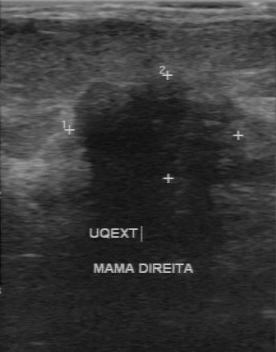
Modality: breast sonogram.
Coordinates are pixels in the 276x352 image. The breast lesion occupies approximately x1=72, y1=76, x2=236, y2=182. BI-RADS 4.